Modality: breast US.
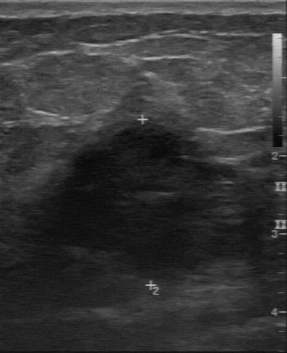
This breast US shows a mass with biopsy or follow-up result: malignant, BI-RADS category: 4.